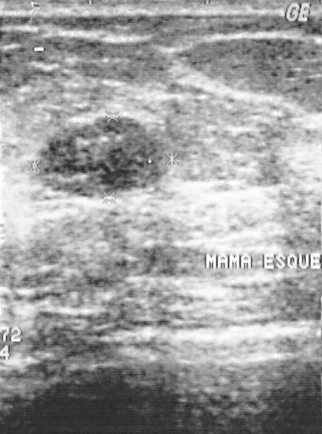
Breast ultrasound scan.
A lesion is present on this breast ultrasound scan. It was assessed as BI-RADS 2. Pathology confirmed benign fibroadenoma.